Imaging: breast ultrasound scan.
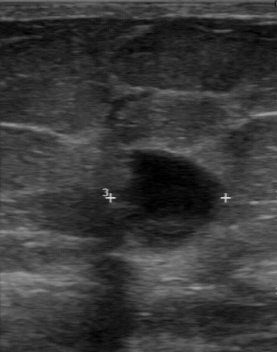
Outcome on biopsy or follow-up: malignant.